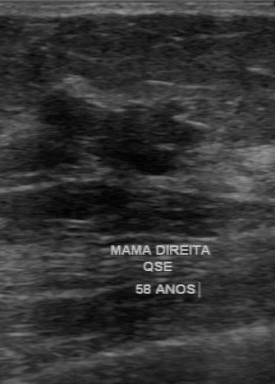
Modality: breast ultrasound image. Acquired on GE Logiq 7 @10-14MHz.
BI-RADS: 3. Histopathology: fibroadenoma.